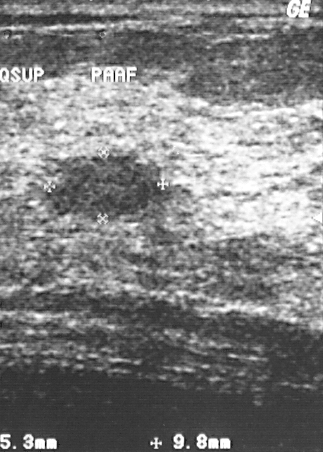
Modality: breast sonogram.
This breast sonogram shows a lesion. BI-RADS category 2. Histopathology: fibroadenoma (benign).